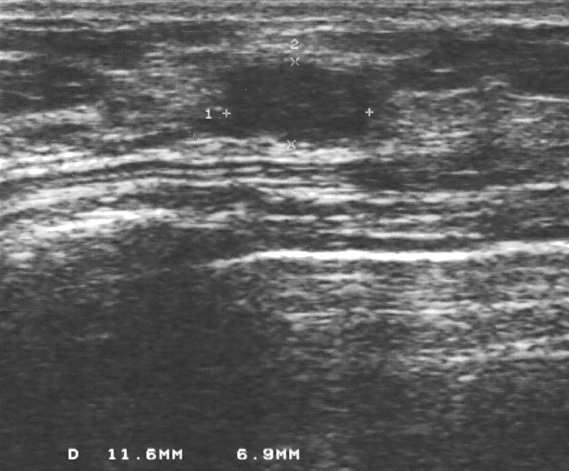
Breast sonogram.
The lesion is benign on biopsy or follow-up.